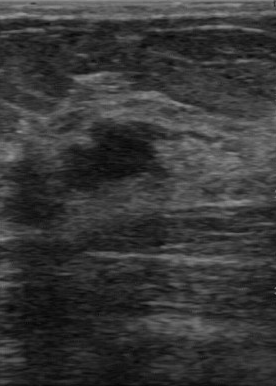
Modality: B-mode breast ultrasound.
Coordinates are pixels in the 276x386 image. The finding occupies approximately 54 122 157 193. The finding is benign on biopsy or follow-up.